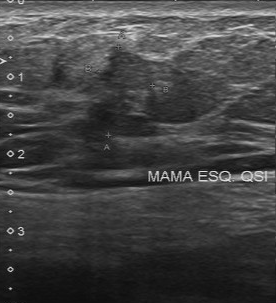
Modality: B-mode breast ultrasound. Scanner: Toshiba Aplio 300 @12-14 MHz.
FINDINGS: B-mode breast ultrasound. Original BI-RADS: 5. BI-RADS (second read): 4A.
OUTCOME ON BIOPSY OR FOLLOW-UP: malignant.